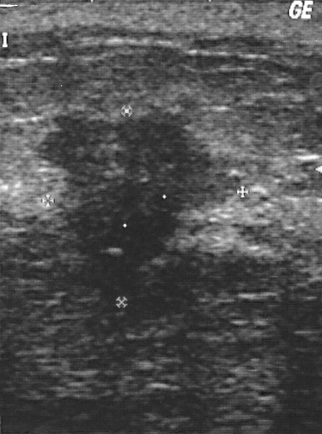
Acquired on GE Logiq 5 @10-12MHz. Breast ultrasound scan.
A finding is present on this breast ultrasound scan. BI-RADS category 4. Histopathology: invasive ductal carcinoma (malignant).